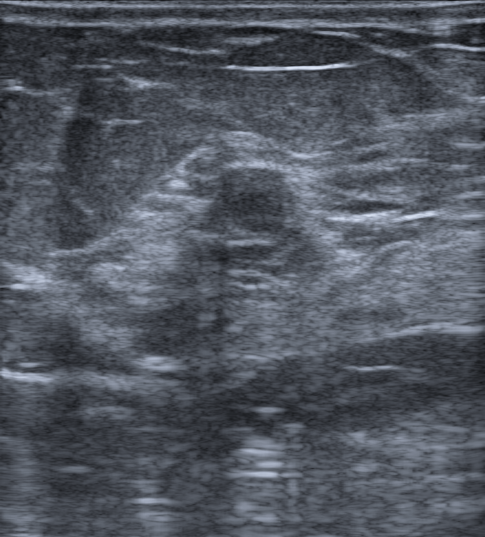
Modality: breast ultrasound scan. Age 61.
(coordinates in a 485x537 pixel frame) Segment the breast lesion: bounding box (218, 166) to (296, 237). The breast lesion is benign on biopsy or follow-up. BI-RADS 4A.